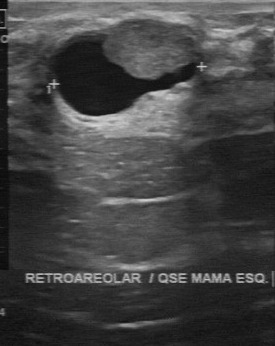
Modality: breast ultrasound scan.
Lesion characteristics:
- BI-RADS assessment: 4
- biopsy or follow-up result: benign